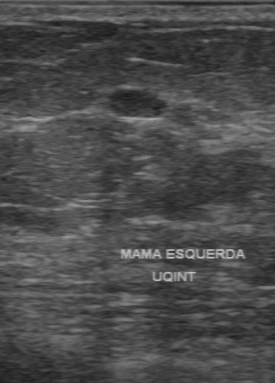
Scanner: GE Logiq 7 @10-14MHz. Modality: breast US.
(coordinates in a 275x383 pixel frame) Lesion region of interest: top-left (105, 88), bottom-right (169, 120). The lesion is malignant on biopsy or follow-up. BI-RADS 3.